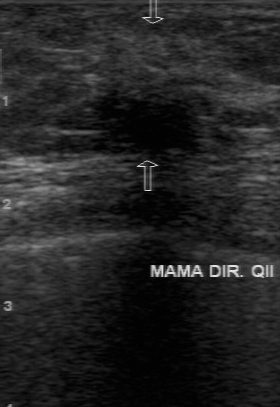
Modality: breast US.
FINDINGS: Echogenicity: slightly hypoechoic. Calcifications: absent. Lesion margin: irregular. Second-reader BI-RADS: 4B.
OUTCOME ON BIOPSY OR FOLLOW-UP: malignant.